Breast US.
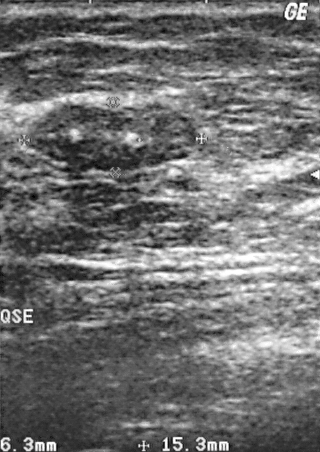
FINDINGS: Breast US. Biopsy or follow-up result: benign. BI-RADS category: 2. Histopathology: fibroadenoma.
OUTCOME ON BIOPSY OR FOLLOW-UP: benign.